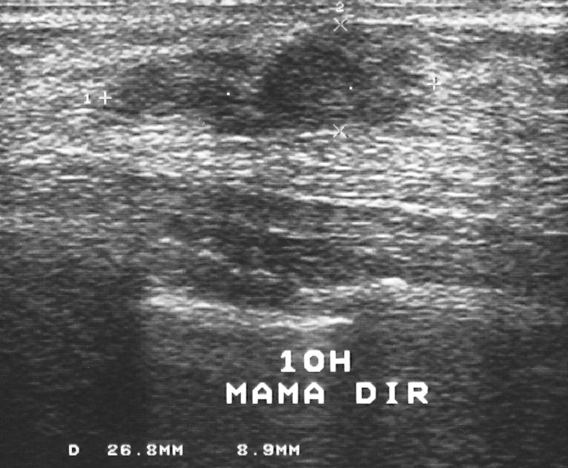
Acquired on GE Logiq 5 @10-12MHz. B-mode breast ultrasound.
The lesion occupies approximately [105, 23, 427, 136].